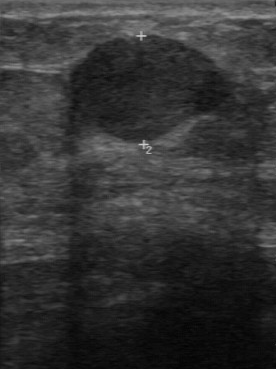
Breast sonogram. Acquired on GE Logiq 7 @10-14MHz.
The finding is malignant on biopsy or follow-up.